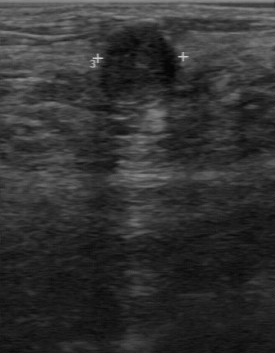
Scanner: GE Logiq 7 @10-14MHz. Modality: breast ultrasound image.
Echo pattern: hypoechoic. Boundary is fairly clear. Contour: partially regular. Calcifications are absent.